Imaging: breast sonogram.
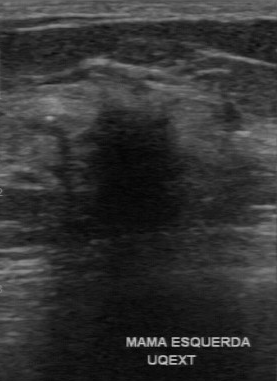
The mass was assessed as BI-RADS 5 by the original reader.
On a second read by an independent reader:
The margin is irregular.
Its boundary is unclear.
The mass is hypoechoic.
Calcifications: none.
Histopathology: invasive ductal carcinoma (malignant).